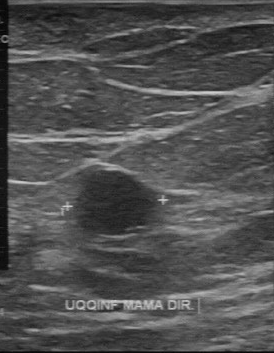
Modality: breast ultrasound image.
Breast lesion: benign on biopsy or follow-up.